Imaging: breast US.
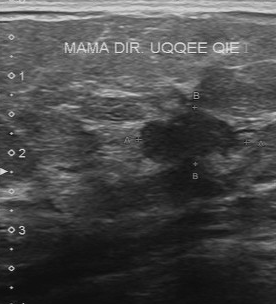
The original reader assigned BI-RADS 5. The following findings are from a second reader, independent of the original assessment. The finding has a partially regular margin. The lesion boundary is fairly clear. Echo pattern: hypoechoic. Calcifications: none. Histopathology: invasive ductal carcinoma (malignant).